Breast ultrasound. Acquired on Toshiba Aplio 300 @12-14 MHz.
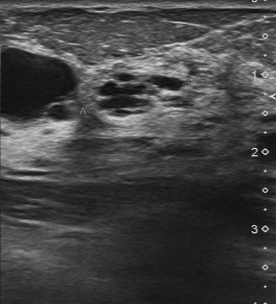
Biopsy or follow-up result: benign. (BI-RADS category 4.)